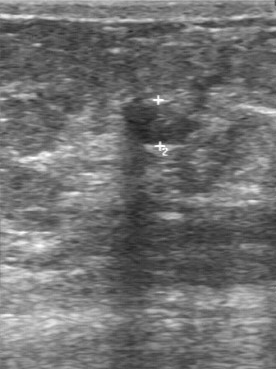
Imaging: breast ultrasound image.
FINDINGS: Breast ultrasound image. Contour: partially regular. Pathology: sclerosing adenosis. Calcifications: none. Lesion boundary: clear. Confirmed outcome (biopsy or follow-up): benign. Echo pattern: slightly hypoechoic.